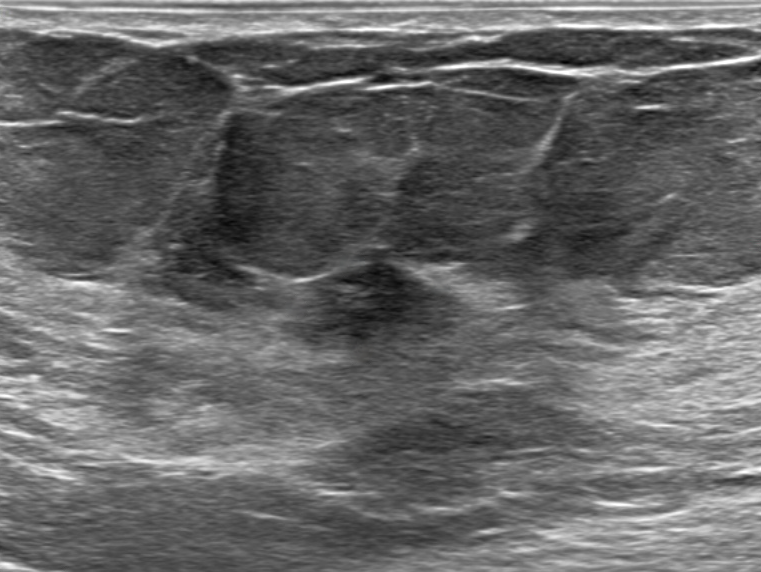
Modality: breast ultrasound scan.
The lesion demonstrates irregular lesion shape, biopsy or follow-up result: malignant, radiologic interpretation: Suspicion of malignancy; Dysplasia, skin thickening: none, BI-RADS: 4C, calcifications: absent, not circumscribed - indistinct lesion margin.